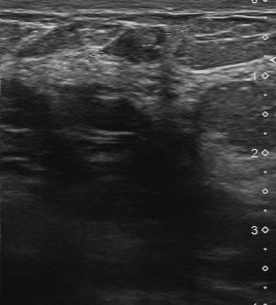
Modality: breast US.
A breast lesion is seen with BI-RADS assessment: 4, pathology: duct ectasia.